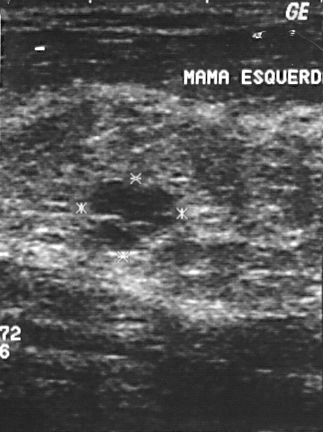
B-mode breast ultrasound.
Assigned BI-RADS 3.
This mass proved benign on biopsy or follow-up.
Histopathology: cyst.